Breast ultrasound scan. Acquired on GE Logiq 7 @10-14MHz.
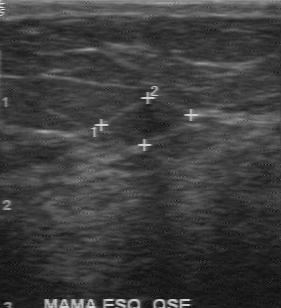
(coordinates in a 281x308 pixel frame) Mass bounding box: (105,100)-(187,146).